Modality: breast ultrasound image. Acquired on GE Logiq 5 @10-12MHz.
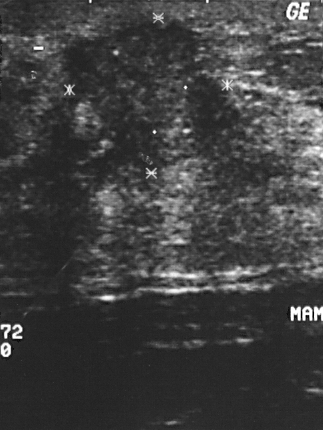
Lesion characteristics:
- BI-RADS assessment: 4